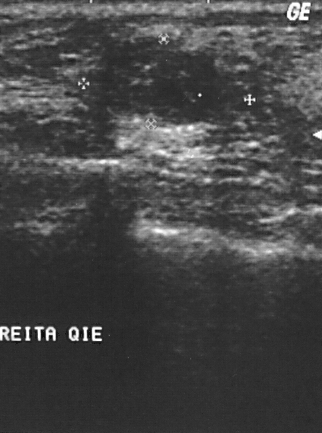
Breast ultrasound.
The histopathology is fibroadenoma. BI-RADS category: 2. Biopsy or follow-up result: benign.